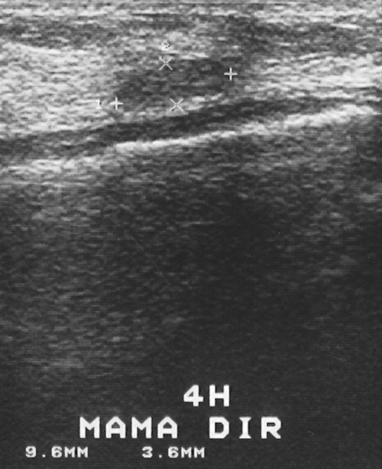
Modality: breast ultrasound scan.
Biopsy or follow-up result: benign. BI-RADS 2.